Modality: breast ultrasound.
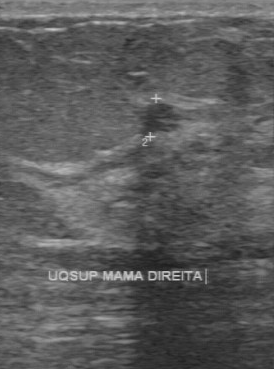
Lesion characteristics:
- margin: regular
- lesion boundary: clear
- internal echoes: hypoechoic
- calcifications: absent